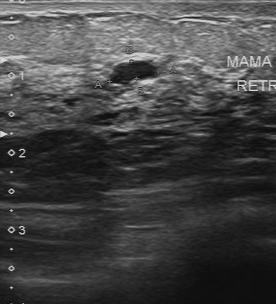
Imaging: breast ultrasound image.
BI-RADS 2 in the original read; on a second read the margin is regular, the boundary clear and the lesion hypoechoic. Histopathology: cyst (benign).